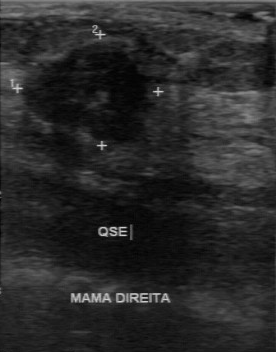
Breast US.
BI-RADS 4 in the original read; on a second read the margin is irregular, the boundary unclear and the breast lesion hypoechoic. Biopsy showed invasive ductal carcinoma, a malignant finding.